Imaging: breast US.
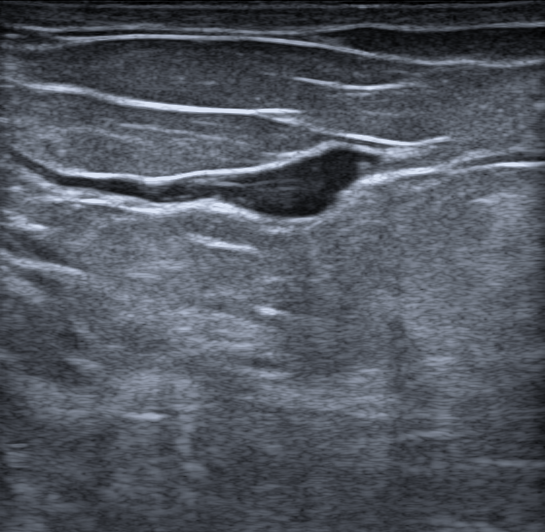
Biopsy result: Usual ductal hyperplasia (UDH); Pseudoangiomatous stromal hyperplasia (PASH). Lesion shape: oval. Verification: confirmed by biopsy. Echo pattern: hyperechoic. Posterior features: none. Calcifications: absent. Outcome on biopsy or follow-up: benign. BI-RADS: 4A.
OUTCOME ON BIOPSY OR FOLLOW-UP: benign.